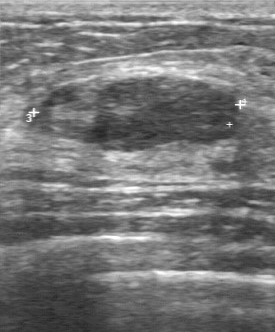
Modality: breast ultrasound image.
FINDINGS: Outcome on biopsy or follow-up: benign. BI-RADS: 3. Biopsy result: fibroadenoma.
OUTCOME ON BIOPSY OR FOLLOW-UP: benign.